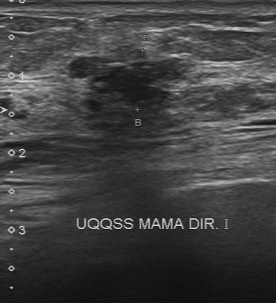
Breast ultrasound.
Original-read BI-RADS category: 4.
The following findings are from a second reader, independent of the original assessment.
The finding has an irregular margin.
Boundary: unclear.
There are no calcifications.
The finding is slightly hypoechoic.
Histopathology: invasive ductal carcinoma (malignant).